Imaging: B-mode breast ultrasound.
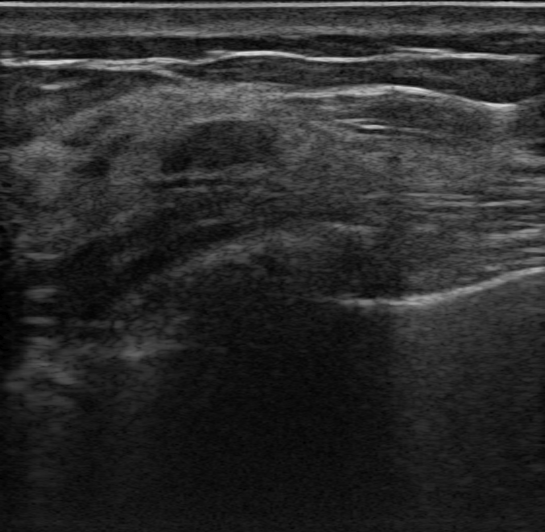
Coordinates are pixels in the 545x532 image. Finding bounding box: (164, 119) to (280, 173).